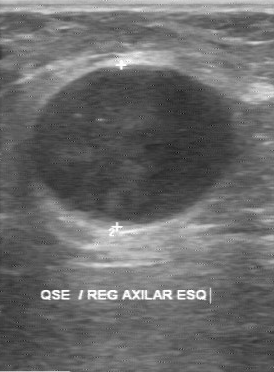
Imaging: breast ultrasound.
BI-RADS 4 in the original read; on a second read the margin is regular, the boundary clear and the finding hypoechoic. Calcifications: none. Histopathology: adenocarcinoma (malignant).